Imaging: breast US. Acquired on GE Logiq 5 @10-12MHz.
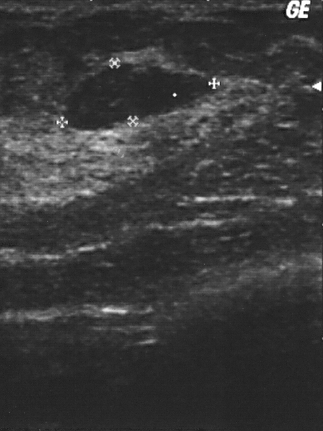
Lesion characteristics:
- outcome on biopsy or follow-up: benign
- BI-RADS: 2